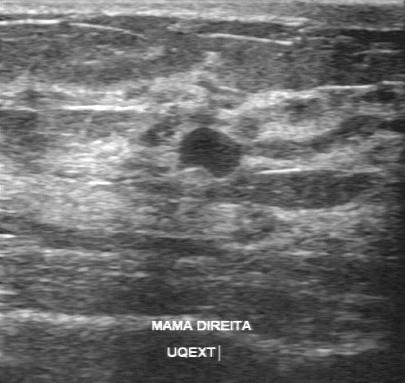
Imaging: B-mode breast ultrasound. Acquired on GE Logiq 7 @10-14MHz.
Original-read BI-RADS category: 3. The following findings are from a second reader, independent of the original assessment. The margin is partially regular. The lesion boundary is clear. The breast lesion is slightly hypoechoic. Calcifications: none. Biopsy showed cyst, a benign finding.